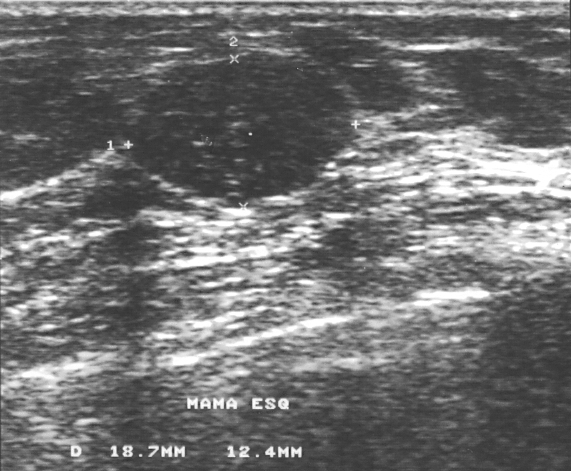
Modality: breast US.
This breast US shows a lesion. Assessment: BI-RADS 3. Histopathology: fibroadenoma (benign).